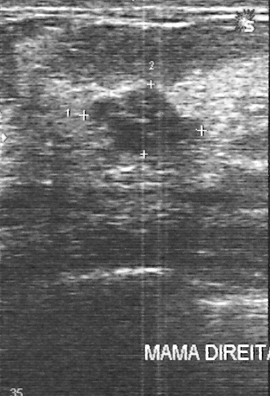
Breast US.
Outcome on biopsy or follow-up: benign. BI-RADS 3.